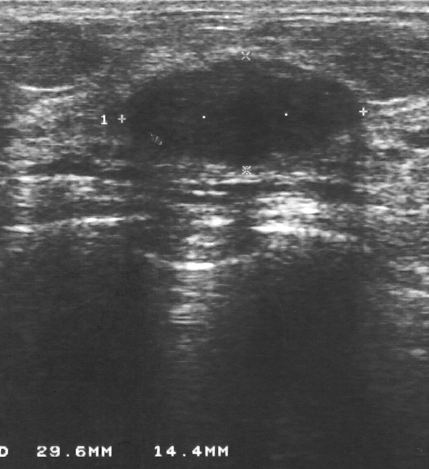
Modality: B-mode breast ultrasound.
Pixel coordinates (x1, y1, x2, y2): The lesion is located within the bounding box 127 59 359 164.